Breast US.
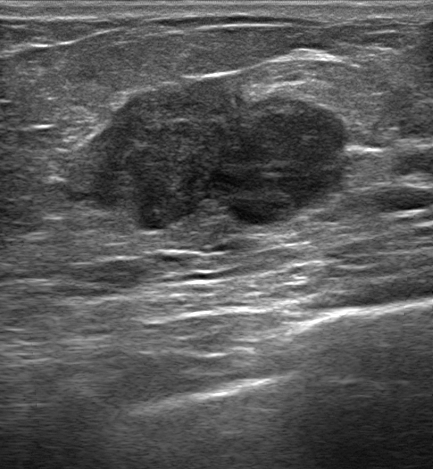
Posterior features: enhancement. Calcifications: none. There is no skin thickening. An echogenic halo is present. The lesion is hypoechoic. It has an irregular shape. The margin is not circumscribed (angular and indistinct). Histopathology: Invasive carcinoma of no special type (NST). BI-RADS assessment: 5. Radiologic interpretation: Suspicion of malignancy; Fibroadenoma; Intraductal papilloma.